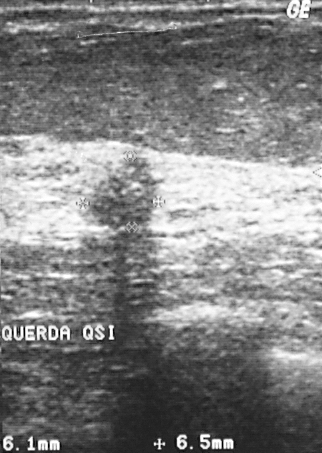
Imaging: breast sonogram.
FINDINGS: Breast sonogram. BI-RADS category: 3. Confirmed outcome (biopsy or follow-up): malignant.
OUTCOME ON BIOPSY OR FOLLOW-UP: malignant.